Modality: breast US.
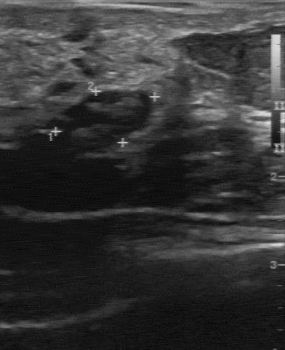
BI-RADS 4 in the original read; on a second read the margin is regular, the boundary clear and the finding heterogeneous. Calcifications: none. The biopsy result was fibroadenoma; the finding is benign.